Breast ultrasound image. Acquired on Toshiba Aplio 300 @12-14 MHz.
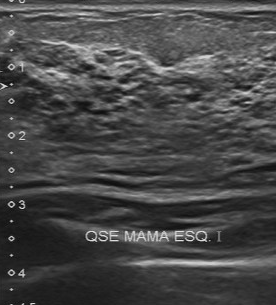
Original-read BI-RADS category: 4. Findings on the second read (an independent reader): a heterogeneous breast lesion, margin irregular, boundary unclear. There are no calcifications. The biopsy result was invasive ductal carcinoma; the breast lesion is malignant.